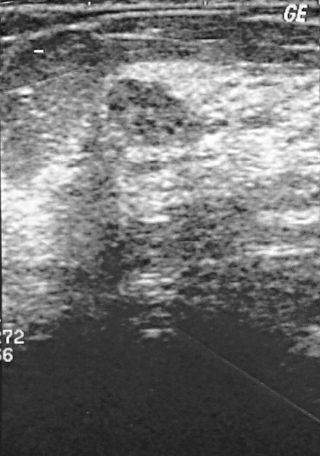
Breast ultrasound image.
Histopathology is intraductal papilloma. The confirmed outcome (biopsy or follow-up) is benign. BI-RADS category: 3.